Imaging: breast ultrasound.
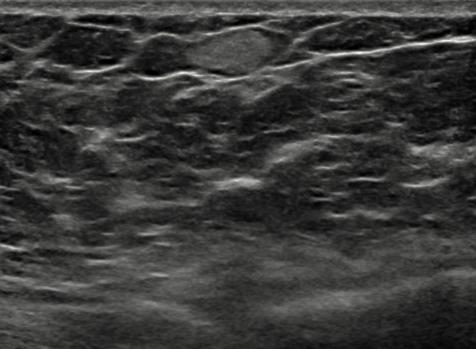
Breast ultrasound findings:
- margin: circumscribed
- echogenic halo: absent
- lesion shape: oval
- posterior features: none
- BI-RADS assessment: 2
- calcifications: absent
- echogenicity: hyperechoic
- confirmed outcome (biopsy or follow-up): benign
- skin thickening: none